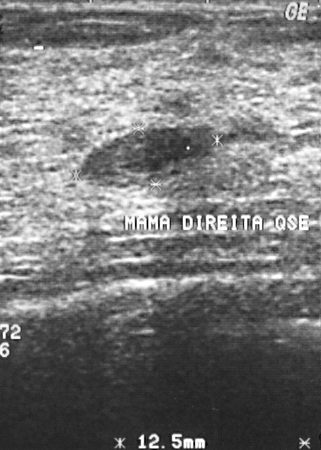
Imaging: breast ultrasound image.
FINDINGS: Breast ultrasound image. Biopsy result: fibroadenoma. Confirmed outcome (biopsy or follow-up): benign. BI-RADS category: 2.
OUTCOME ON BIOPSY OR FOLLOW-UP: benign.